B-mode breast ultrasound.
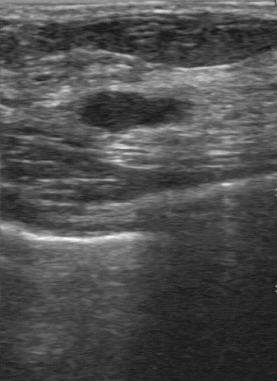
The internal echoes are hypoechoic. The contour is regular. The boundary is fairly clear. No calcifications are seen. Outcome on biopsy or follow-up: benign.